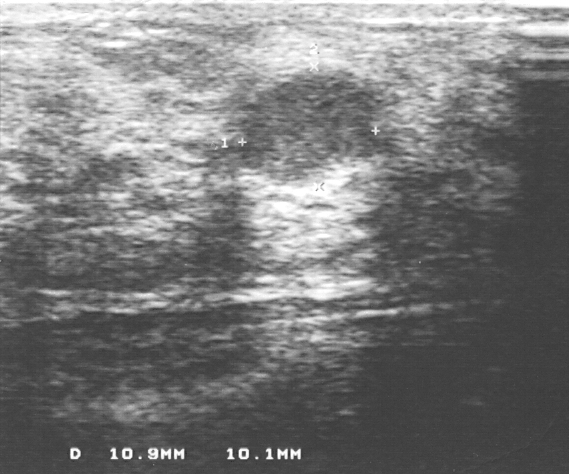
Modality: B-mode breast ultrasound.
Assigned BI-RADS 3. This finding proved benign on biopsy or follow-up. Pathology confirmed fibroadenoma.